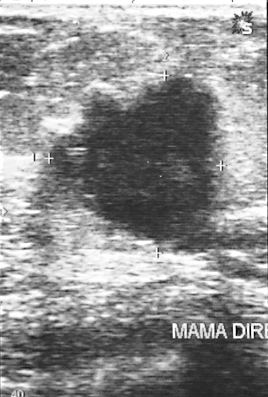
Imaging: breast ultrasound image.
Biopsy or follow-up result: malignant.